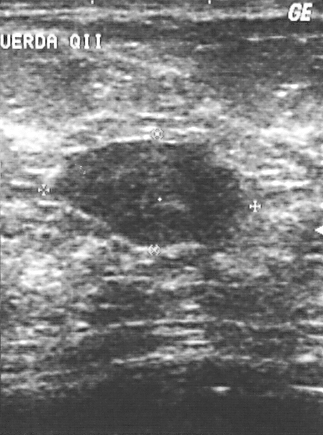
Breast US.
(coordinates in a 323x435 pixel frame) The breast lesion is located within the bounding box (55,141)-(242,248). The breast lesion is benign on biopsy or follow-up.